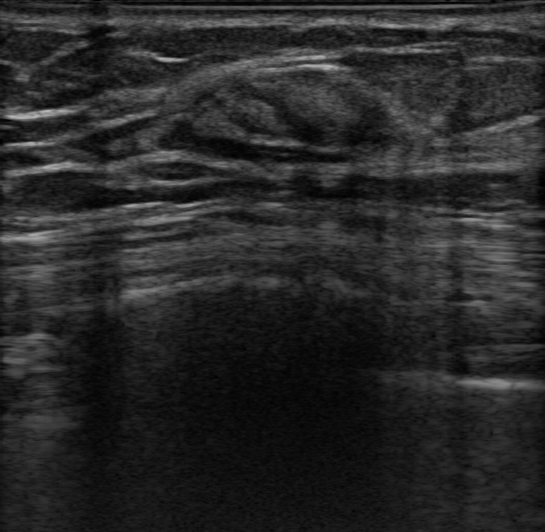
Breast sonogram.
Pixel coordinates (x1, y1, x2, y2): Finding bounding box: (183, 58) to (396, 147).